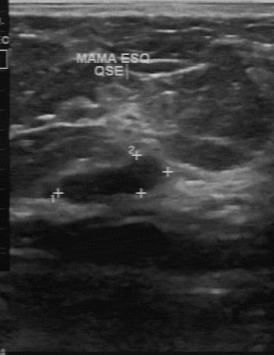
Modality: B-mode breast ultrasound. Scanner: GE Logiq 7 @10-14MHz.
Lesion boundary: clear. Contour: regular. Pathology: cyst. Calcifications: absent. Echo pattern: hypoechoic.